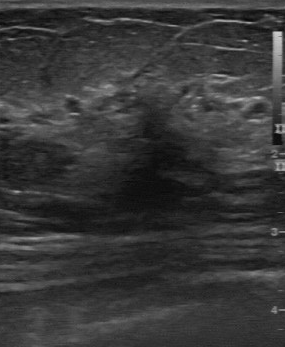
Imaging: breast ultrasound.
FINDINGS: Independent BI-RADS assessment: 4B. Margin: irregular. Original BI-RADS: 4. Internal echoes: slightly hypoechoic. Pathology: hyperplasia.
OUTCOME ON BIOPSY OR FOLLOW-UP: benign.